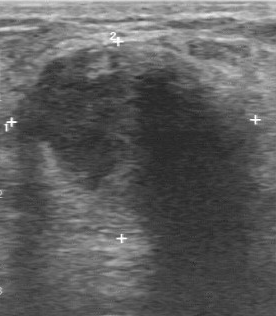
Acquired on GE Logiq 7 @10-14MHz. Imaging: breast ultrasound image.
Original-read BI-RADS category: 4. On a second, independent read, a finding with a regular margin and a somewhat unclear boundary is seen; it is hypoechoic. Histopathology: galactocele (benign).